Modality: breast ultrasound image.
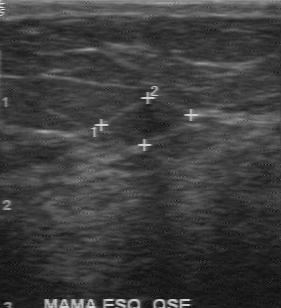
The mass demonstrates hypoechoic echo pattern, regular margin, calcifications: none, biopsy or follow-up result: benign, BI-RADS (second read): 3.